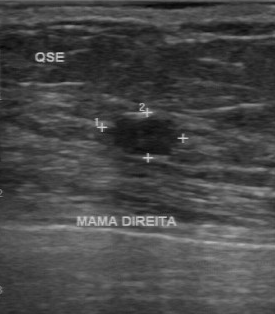
Acquired on GE Logiq 7 @10-14MHz. B-mode breast ultrasound.
The second-reader BI-RADS is 3. Margin: regular. The lesion boundary is clear. No calcifications are seen. Confirmed outcome (biopsy or follow-up): benign. Echogenicity is hypoechoic.